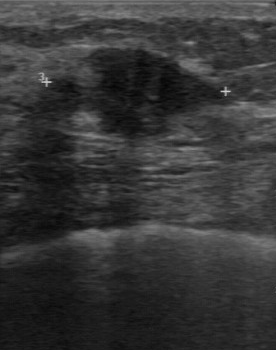
Modality: breast ultrasound scan.
The original reader assigned BI-RADS 4. Descriptors from an independent second read (not the reader who assigned the category): The finding has a partially regular margin. The lesion boundary is somewhat unclear. Internally the finding is hypoechoic. No calcifications are seen. Histopathology: invasive ductal carcinoma (malignant).